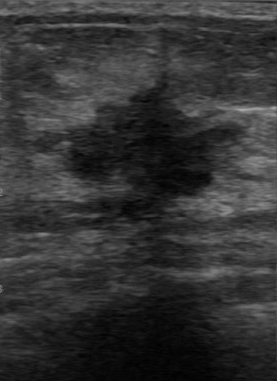
Modality: breast sonogram. Acquired on GE Logiq 7 @10-14MHz.
(coordinates in a 277x381 pixel frame) Segment the lesion: bounding box (35, 74) to (241, 215). BI-RADS 4.